Modality: B-mode breast ultrasound.
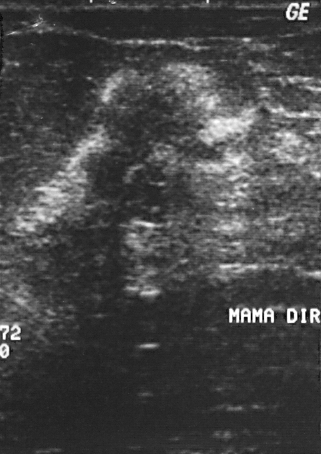
This B-mode breast ultrasound shows a breast lesion. It was assessed as BI-RADS 5. Pathology confirmed benign fibrocystic changes.